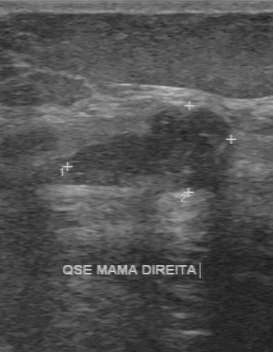
Imaging: breast ultrasound scan. Acquired on GE Logiq 7 @10-14MHz.
Original-read BI-RADS category: 3. A second, independent read describes the finding as follows. The margin is regular. Its boundary is clear. The finding is hypoechoic. Calcifications: none. Histopathology: fibroadenoma (benign).